Modality: breast ultrasound scan. Scanner: GE Logiq 7 @10-14MHz.
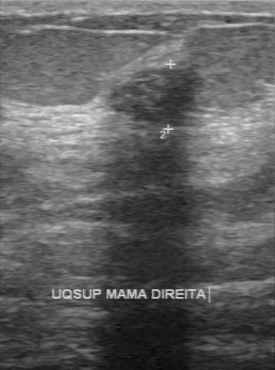
Outcome on biopsy or follow-up: benign. (BI-RADS category 3.)